Scanner: GE Logiq 7 @10-14MHz. Modality: breast US.
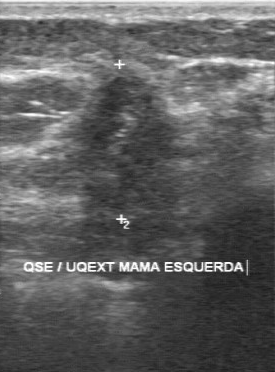
Pixel coordinates (x1, y1, x2, y2): Breast lesion bounding box: [70, 77, 196, 214].